Modality: breast ultrasound.
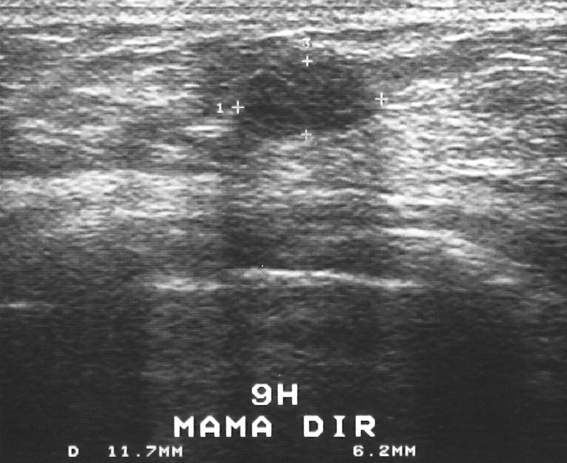
Biopsy or follow-up result: benign.